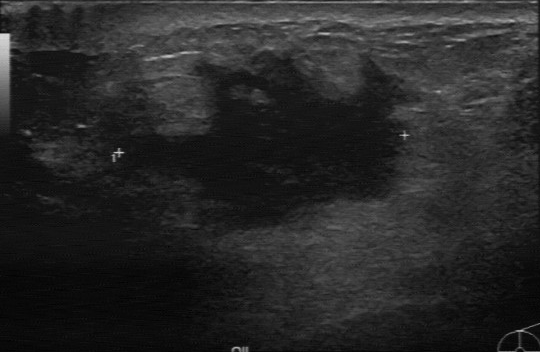
Breast sonogram.
The original reader assigned BI-RADS 4.
The following findings are from a second reader, independent of the original assessment.
The mass has an irregular margin.
The lesion boundary is unclear.
Echo pattern: hypoechoic.
No calcifications are seen.
Biopsy showed invasive ductal carcinoma, a malignant finding.